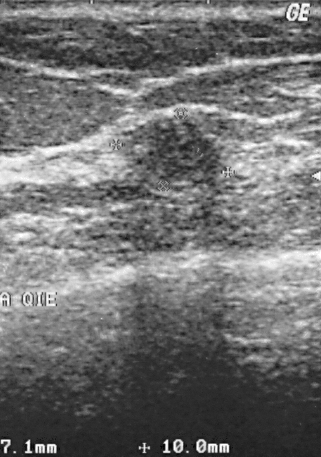
Modality: breast sonogram.
Coordinates are pixels in the 321x457 image. The breast lesion occupies approximately (123, 116) to (217, 187). The breast lesion is benign on biopsy or follow-up. BI-RADS 2.